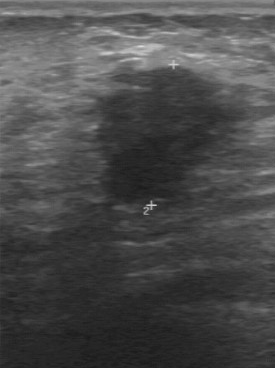
B-mode breast ultrasound.
The original reader assigned BI-RADS 4. On a second read by an independent reader: The margin is irregular. Boundary: unclear. Internally the lesion is hypoechoic. No calcifications are seen. Biopsy showed invasive ductal carcinoma, a malignant finding.